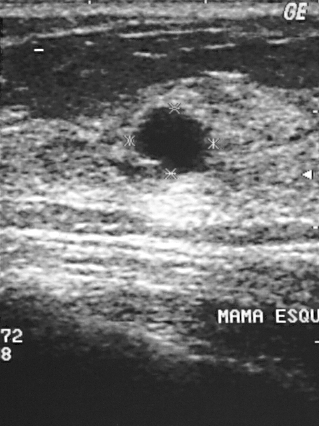
Breast US.
Biopsy or follow-up result: benign.
Histopathology: cyst (benign).
BI-RADS category 2.